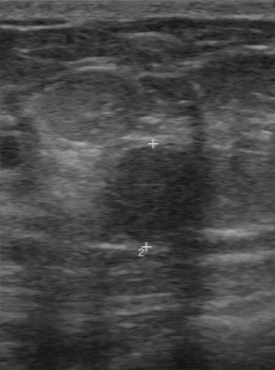
Breast sonogram.
The lesion was assessed as BI-RADS 3 by the original reader. Findings on the second read (an independent reader): a hypoechoic lesion, margin regular, boundary clear. Histopathology: fibroadenoma (benign).